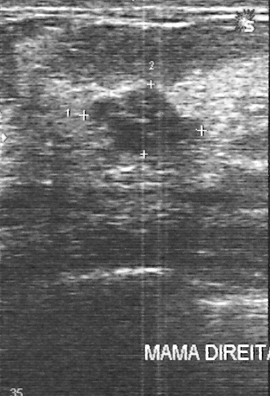
Imaging: breast US.
A finding is present on this breast US. It was assessed as BI-RADS 3. Histopathology: fibroadenoma (benign).